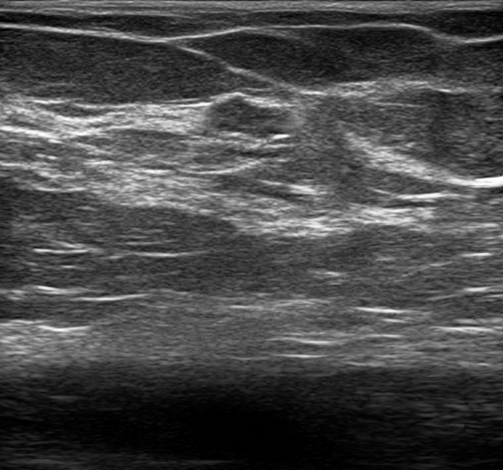
51-year-old patient. Imaging: breast ultrasound scan.
Pixel coordinates (x1, y1, x2, y2): Lesion region of interest: top-left (196, 97), bottom-right (300, 147).